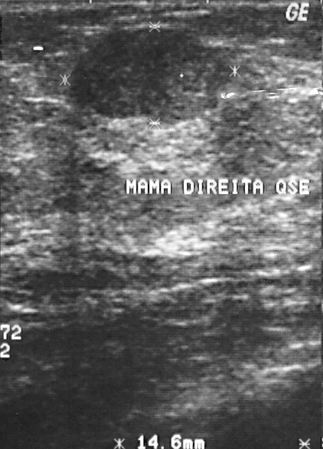
Acquired on GE Logiq 5 @10-12MHz. Imaging: breast US.
A finding is seen. Assessment: BI-RADS 2. Biopsy showed fibrocystic changes, a benign finding.